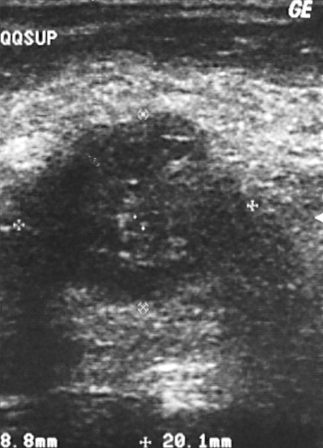
Scanner: GE Logiq 5 @10-12MHz. Modality: B-mode breast ultrasound.
(coordinates in a 323x448 pixel frame) Finding bounding box: top-left (25, 111), bottom-right (244, 305).